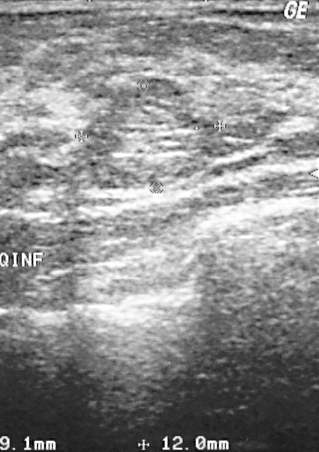
Modality: B-mode breast ultrasound.
Segment the finding: bounding box top-left (87, 81), bottom-right (214, 188). The finding is benign on biopsy or follow-up. BI-RADS 2.